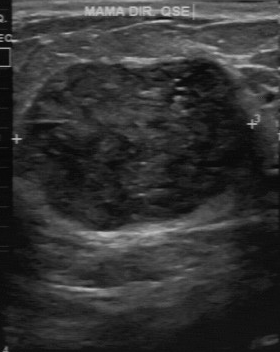
Imaging: breast ultrasound.
Finding: mass, benign on biopsy or follow-up.